Modality: breast ultrasound.
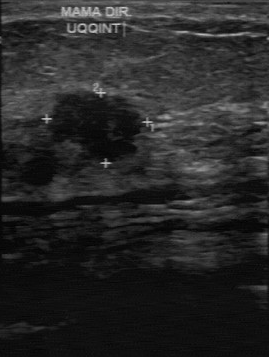
The breast lesion demonstrates BI-RADS category: 4.